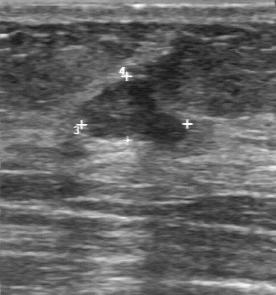
Imaging: breast ultrasound image.
Confirmed outcome (biopsy or follow-up) is benign. The BI-RADS is 2.